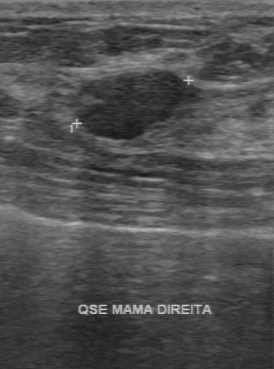
Scanner: GE Logiq 7 @10-14MHz. Imaging: breast US.
The mass demonstrates independent BI-RADS assessment: 3, confirmed outcome (biopsy or follow-up): benign, BI-RADS (first reader): 3.